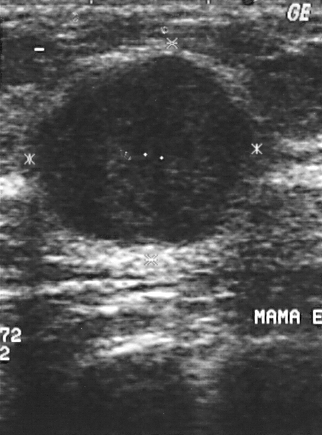
Breast ultrasound scan.
(coordinates in a 322x435 pixel frame) Segment the breast lesion: bounding box x1=23, y1=54, x2=259, y2=249. The breast lesion is malignant on biopsy or follow-up. BI-RADS 4.